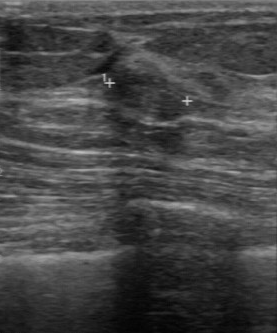
Breast ultrasound.
The pathology is fibroadenoma. BI-RADS: 3.